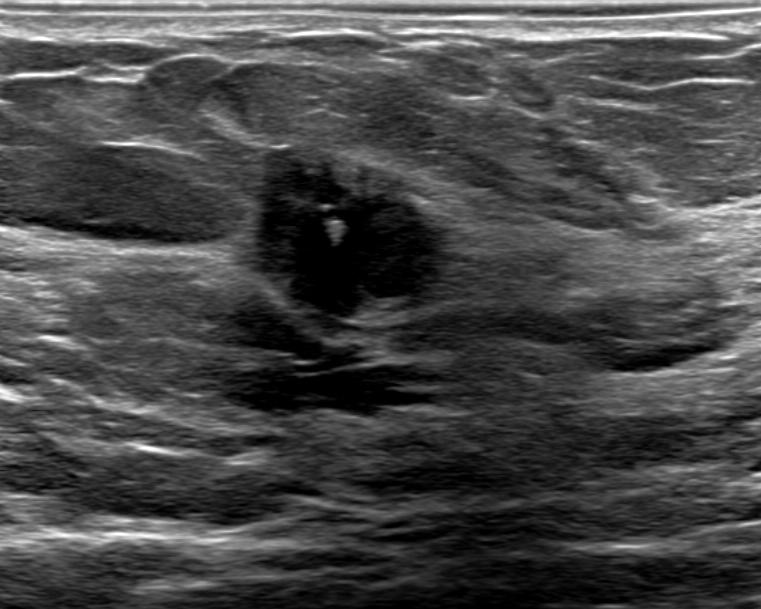
Breast US.
Coordinates are pixels in the 761x609 image. The breast lesion occupies approximately 259 136 448 317.